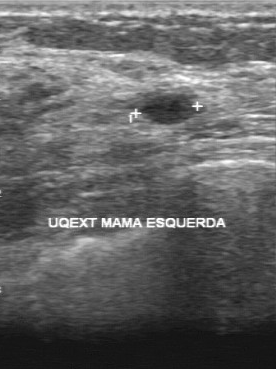
Breast sonogram.
The original reader assigned BI-RADS 2. A second reader, independent of the original assessment, describes a slightly hypoechoic mass with a regular margin; the boundary is clear. Biopsy showed cyst, a benign finding.